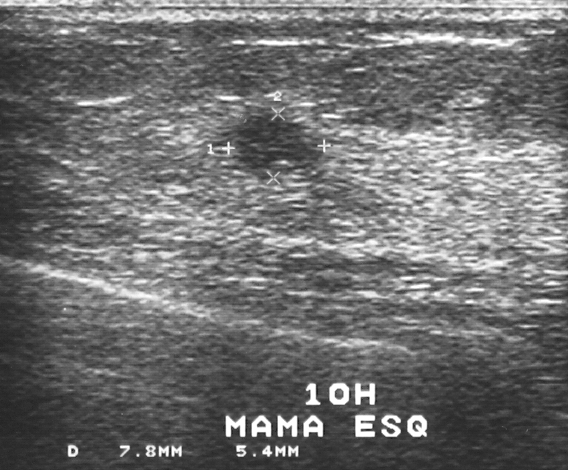
Breast ultrasound image.
Histopathology: invasive ductal carcinoma (malignant). This mass proved malignant on biopsy or follow-up. BI-RADS category 3.